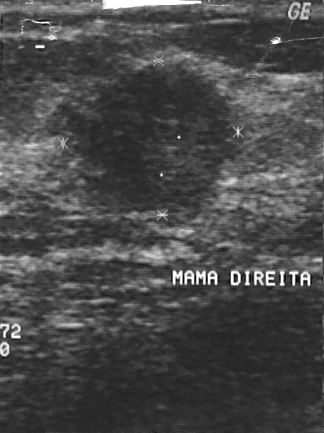
Imaging: breast ultrasound image.
Outcome on biopsy or follow-up: malignant.